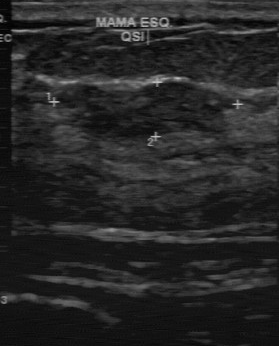
Modality: breast ultrasound image.
This breast ultrasound image shows a lesion, benign on biopsy or follow-up. (BI-RADS category 4.)